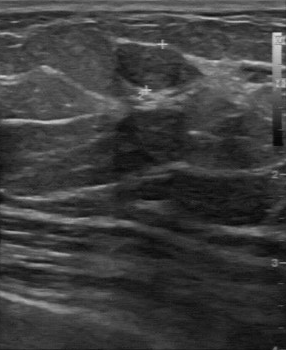
Modality: breast US.
Biopsy or follow-up result: benign. (BI-RADS category 3.)